Scanner: GE Logiq 5 @10-12MHz. Modality: breast sonogram.
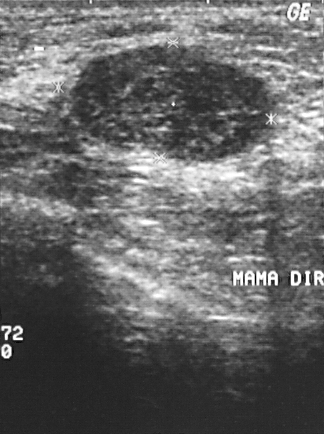
Finding: breast lesion, benign on biopsy or follow-up. (BI-RADS category 2.)